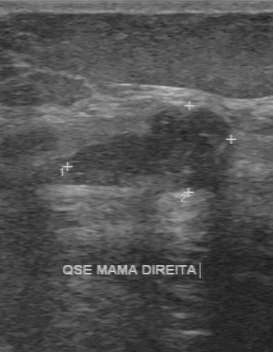
Modality: breast US.
The echogenicity is hypoechoic. The outcome on biopsy or follow-up is benign. No calcifications are seen. Lesion boundary: clear. Margin: regular.